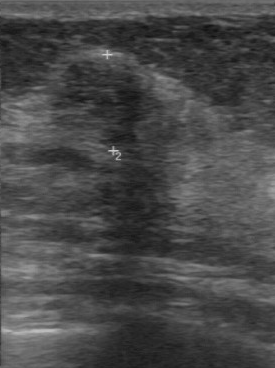
Acquired on GE Logiq 7 @10-14MHz. Imaging: breast ultrasound scan.
BI-RADS 4 in the original read. Descriptors from an independent second read (not the reader who assigned the category): Echo pattern: hypoechoic. Calcifications: none. Boundary: clear. The finding has a regular margin. Histopathology: invasive ductal carcinoma (malignant).